Imaging: B-mode breast ultrasound.
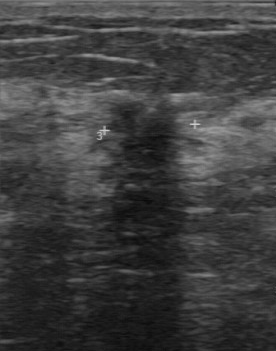
BI-RADS 4 in the original read.
A second, independent read describes the mass as follows.
The mass has an irregular margin.
The lesion boundary is unclear.
Echo pattern: hypoechoic.
Calcifications: none.
The biopsy result was lobular carcinoma in situ; the mass is malignant.